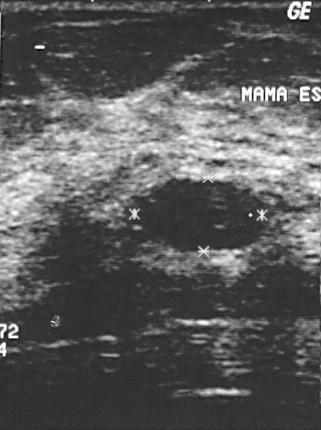
Imaging: breast sonogram.
Coordinates are pixels in the 321x430 image. Lesion region of interest: [142, 180, 265, 250]. The finding is benign on biopsy or follow-up.